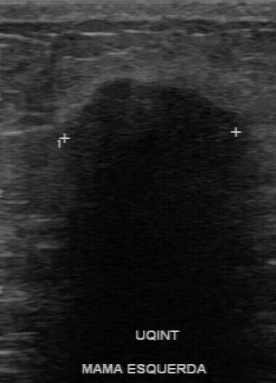
Imaging: breast ultrasound.
Calcifications are absent. Boundary is unclear. The BI-RADS on independent re-read is 4B.